B-mode breast ultrasound.
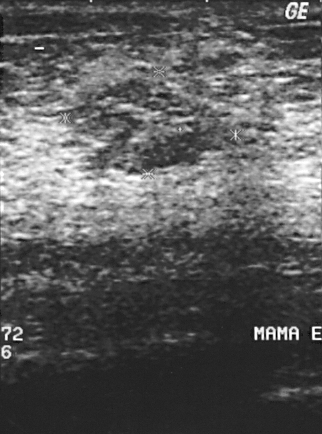
BI-RADS assessment: 3. Histopathology: mastitis (benign).